Breast ultrasound.
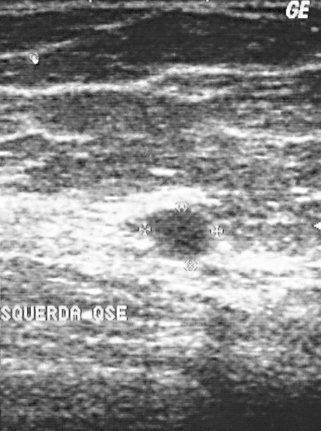
A lesion is seen with BI-RADS assessment: 2, outcome on biopsy or follow-up: benign, pathology: cyst.